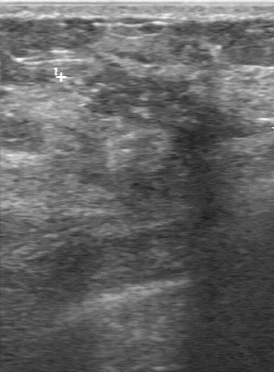
Imaging: breast ultrasound scan.
A finding is seen with calcifications: multiple calcifications, slightly hypoechoic internal echoes, histopathology: invasive ductal carcinoma, unclear boundary, outcome on biopsy or follow-up: malignant, irregular margin.